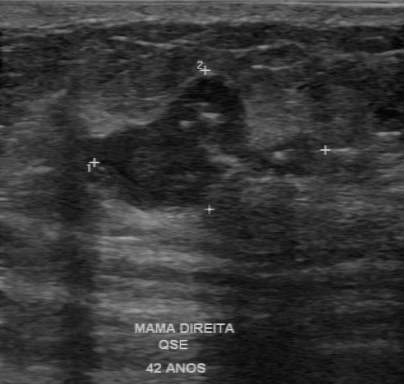
Imaging: breast ultrasound.
Biopsy or follow-up result: benign. (BI-RADS category 4.)